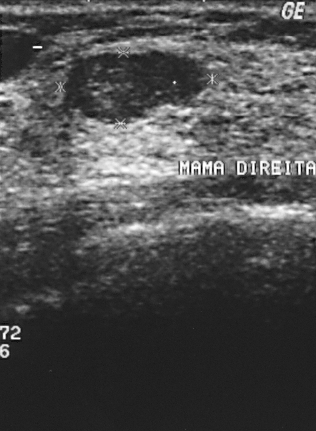
Breast ultrasound.
This breast ultrasound shows a breast lesion with BI-RADS assessment: 2, biopsy or follow-up result: benign.